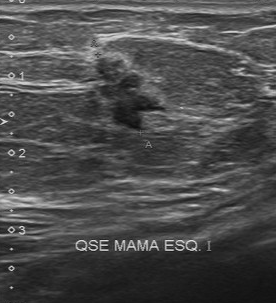
Scanner: Toshiba Aplio 300 @12-14 MHz. Modality: breast ultrasound.
- BI-RADS on independent re-read: 4A
- calcifications: suspected
- echogenicity: hypoechoic
- margin: irregular
- BI-RADS (first reader): 4